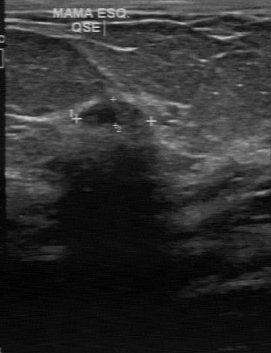
Scanner: GE Logiq 7 @10-14MHz. Breast US.
The finding was categorized BI-RADS 2 in the original read. On a second, independent read, a finding with a regular margin and a fairly clear boundary is seen; it is slightly hypoechoic. Pathology confirmed benign fibroadenoma.